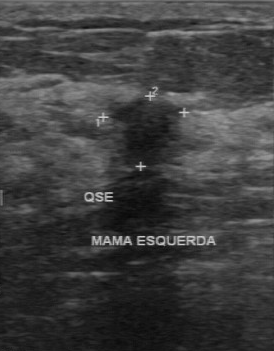
Imaging: breast sonogram.
FINDINGS: Lesion margin: irregular. Confirmed outcome (biopsy or follow-up): malignant. Boundary: unclear. Echogenicity: hypoechoic. Calcifications: absent.